Breast ultrasound scan.
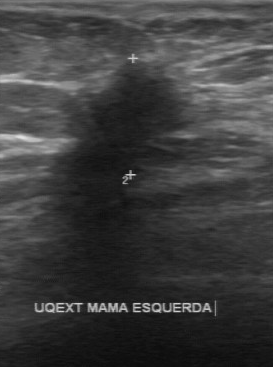
The finding occupies approximately x1=54, y1=60, x2=187, y2=188.